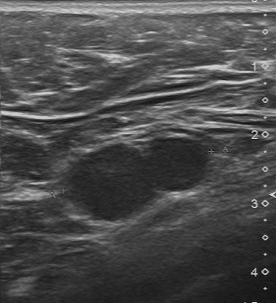
Imaging: B-mode breast ultrasound. Acquired on Toshiba Aplio 300 @12-14 MHz.
Coordinates are pixels in the 276x303 image. Lesion region of interest: top-left (62, 137), bottom-right (210, 222). The lesion is malignant on biopsy or follow-up.